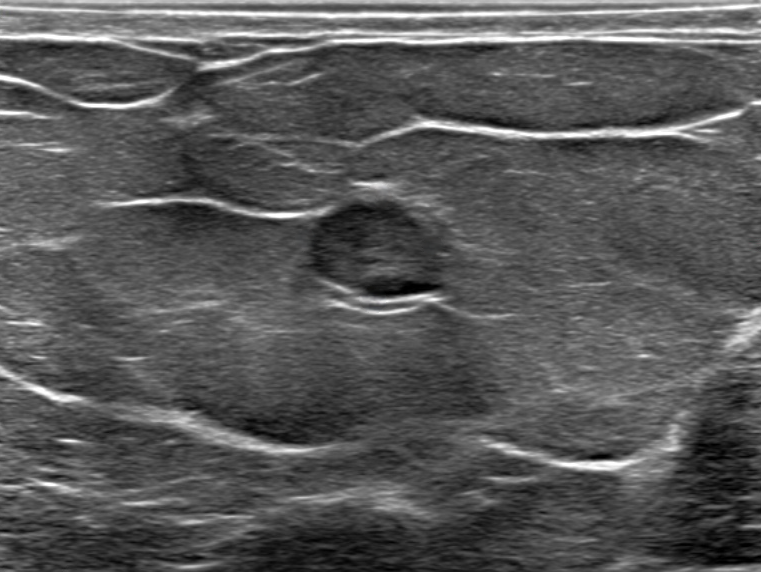
Background tissue composition: homogeneous: fat. Breast ultrasound scan.
Segment the mass: bounding box [308, 199, 446, 299].